Patient age: 55. Breast ultrasound image.
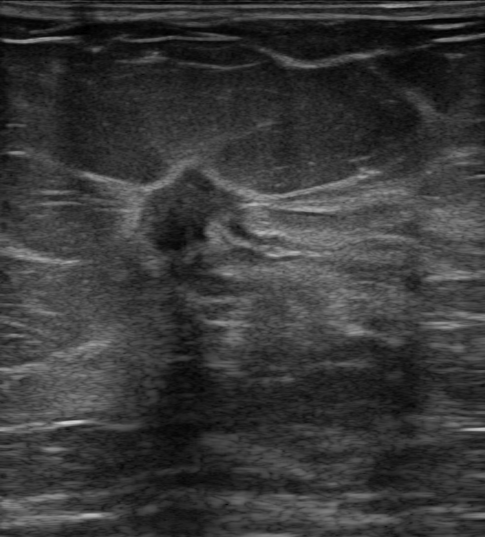
Mass: malignant on biopsy or follow-up.